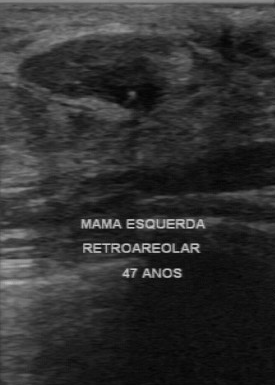
Breast ultrasound.
(coordinates in a 275x385 pixel frame) Finding bounding box: (19,35)-(166,111).